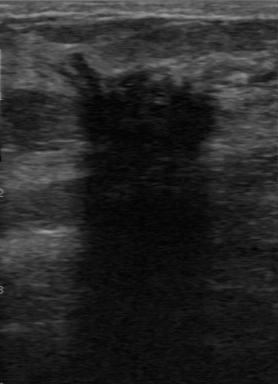
Modality: B-mode breast ultrasound.
This B-mode breast ultrasound shows a breast lesion, malignant on biopsy or follow-up. (BI-RADS category 4.)